Breast US.
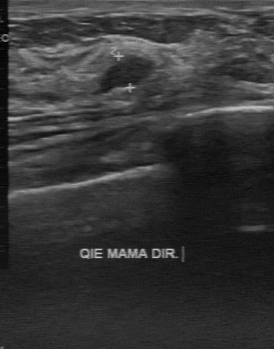
- biopsy or follow-up result: benign
- echogenicity: hypoechoic
- BI-RADS (first reader): 3
- calcifications: absent
- second-reader BI-RADS: 3
- boundary: clear